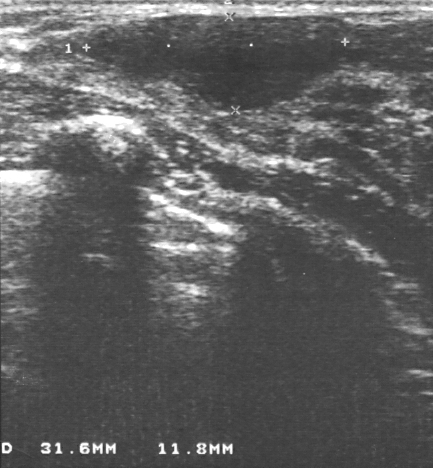
Modality: B-mode breast ultrasound. Acquired on GE Logiq 5 @10-12MHz.
Coordinates are pixels in the 433x468 image. Lesion region of interest: x1=84, y1=15, x2=346, y2=110. BI-RADS 3.